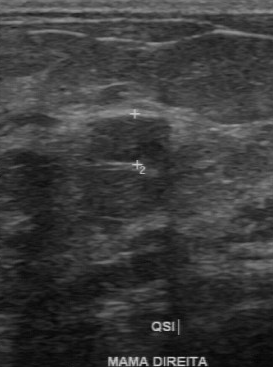
Modality: B-mode breast ultrasound.
Lesion characteristics:
- boundary: clear
- independent BI-RADS assessment: 3
- original BI-RADS: 2
- calcifications: none
- margin: regular